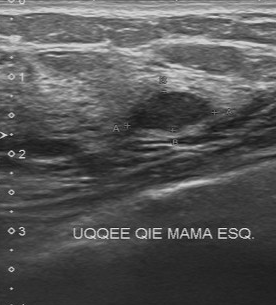
Modality: breast ultrasound scan.
This breast ultrasound scan shows a mass with BI-RADS assessment: 3, outcome on biopsy or follow-up: benign.